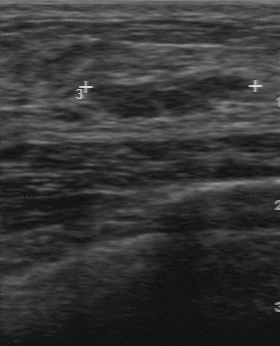
Breast US.
The mass was assessed as BI-RADS 3 by the original reader.
A second, independent read describes the mass as follows.
No calcifications are seen.
Margin: regular.
Echo pattern: hypoechoic.
The lesion boundary is clear.
Biopsy showed fibroadenoma, a benign finding.